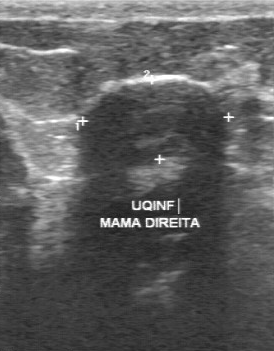
Breast ultrasound image.
The lesion demonstrates regular contour, hypoechoic internal echoes, fairly clear lesion boundary, outcome on biopsy or follow-up: benign, calcifications: absent.